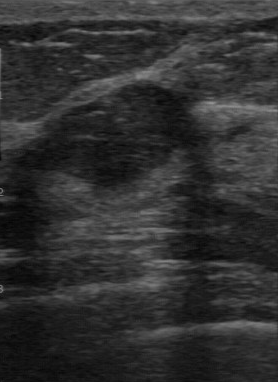
Modality: breast ultrasound scan.
The finding was assessed as BI-RADS 3 by the original reader. On a second, independent read, a finding with a regular margin and a clear boundary is seen; it is hypoechoic. Calcifications: none. Biopsy showed fibroadenoma, a benign finding.